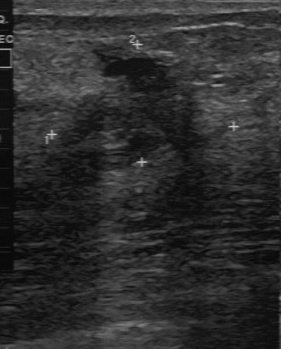
Breast ultrasound image. Acquired on GE Logiq 7 @10-14MHz.
The original reader assigned BI-RADS 4.
A second, independent read describes the lesion as follows.
The margin is irregular.
The lesion boundary is unclear.
Echo pattern: mixed cystic and solid.
There are no calcifications.
Biopsy showed hyperplasia, a benign finding.